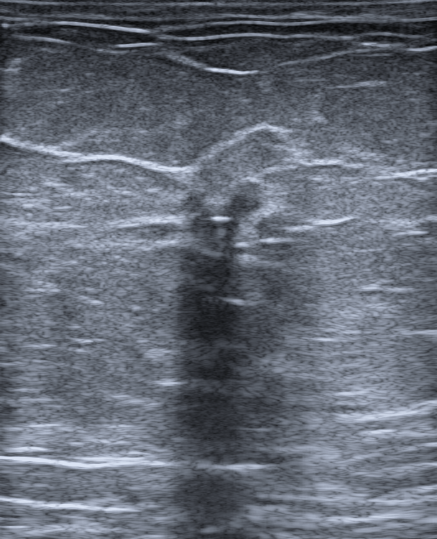
Patient age: 61. Modality: breast sonogram.
This breast sonogram shows a mass, benign on biopsy or follow-up.